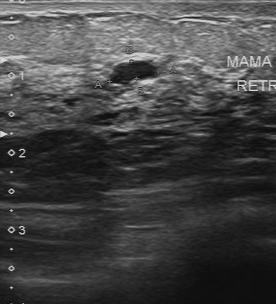
Modality: breast sonogram.
BI-RADS 2 in the original read.
On a second read by an independent reader:
The breast lesion has a regular margin.
Its boundary is clear.
Echo pattern: hypoechoic.
Calcifications: none.
Biopsy showed cyst, a benign finding.